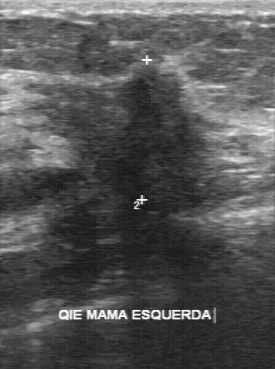
Scanner: GE Logiq 7 @10-14MHz. Modality: breast ultrasound image.
Outcome on biopsy or follow-up: malignant.